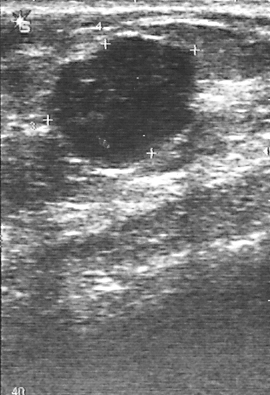
Modality: breast ultrasound scan.
FINDINGS: Breast ultrasound scan. Biopsy or follow-up result: benign. BI-RADS category: 4.
OUTCOME ON BIOPSY OR FOLLOW-UP: benign.